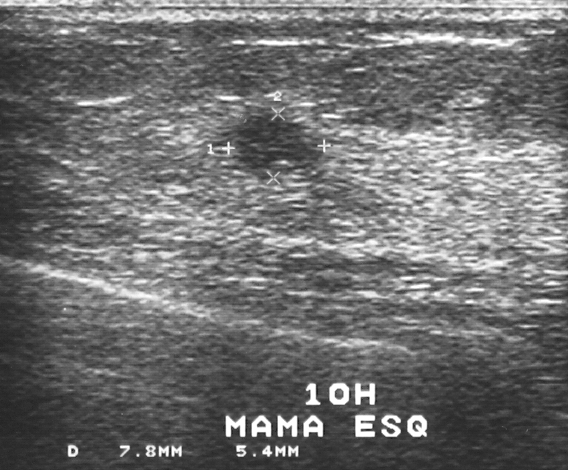
Modality: breast US.
This breast US shows a finding, malignant on biopsy or follow-up. BI-RADS 3.